Acquired on GE Logiq 5 @10-12MHz. Imaging: breast sonogram.
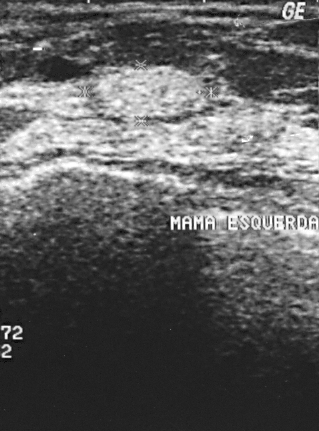
A lesion is seen. It was assessed as BI-RADS 2. The biopsy result was hamartoma; the lesion is benign.